Imaging: breast US.
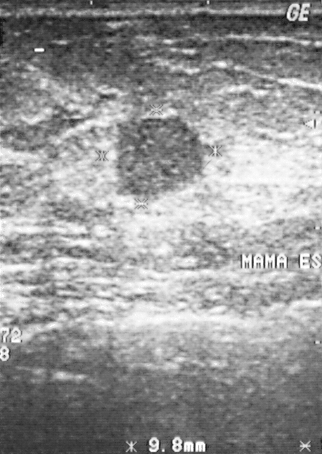
BI-RADS category: 3. Outcome on biopsy or follow-up: malignant.